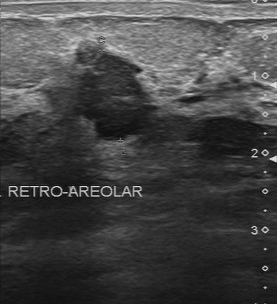
Modality: breast ultrasound scan.
The lesion demonstrates unclear lesion boundary, confirmed outcome (biopsy or follow-up): malignant, calcifications: none, hypoechoic internal echoes, irregular contour.